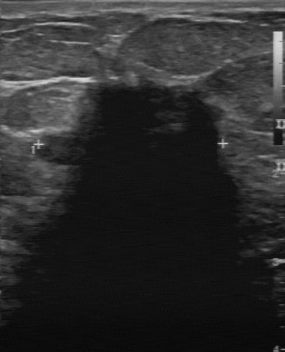
Imaging: breast US.
This breast US shows a mass with confirmed outcome (biopsy or follow-up): malignant, BI-RADS: 5, pathology: invasive ductal carcinoma.